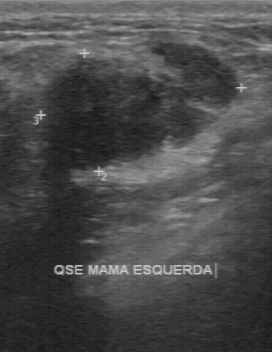
Breast US.
Pixel coordinates (x1, y1, x2, y2): Segment the mass: bounding box (44, 44) to (238, 169). The mass is benign on biopsy or follow-up.